Imaging: breast US. Background echotexture is heterogeneous: predominantly fat.
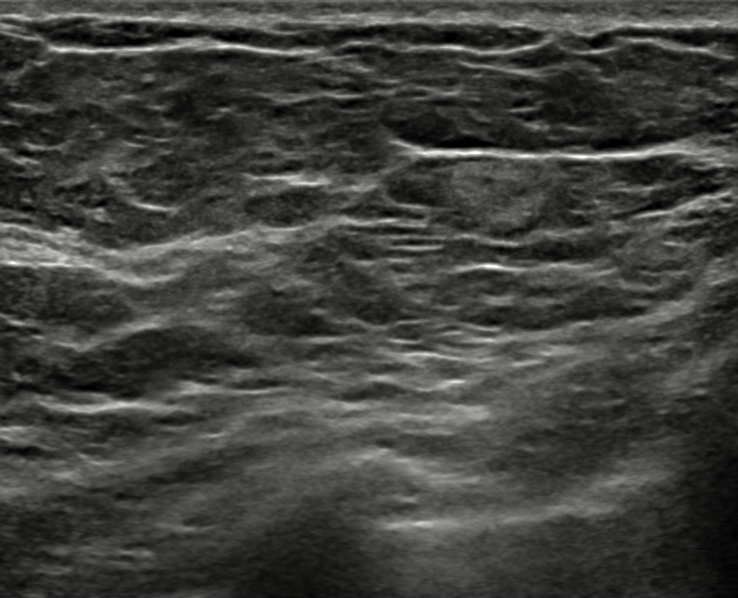
Biopsy or follow-up result: benign. BI-RADS 2.